Modality: breast US. Scanner: GE Logiq 7 @10-14MHz.
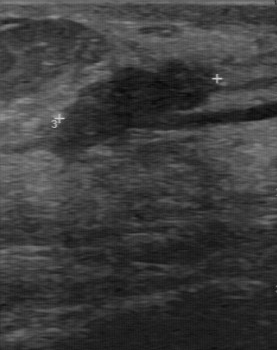
Coordinates are pixels in the 277x350 image. The mass is located within the bounding box top-left (54, 56), bottom-right (215, 148).